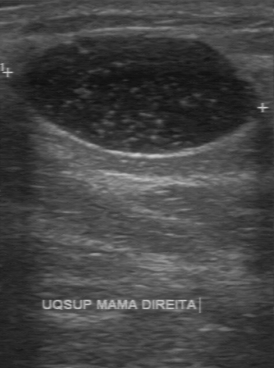
Modality: breast sonogram.
(coordinates in a 274x368 pixel frame) The lesion occupies approximately top-left (11, 35), bottom-right (262, 156). The lesion is benign on biopsy or follow-up.